Modality: breast US.
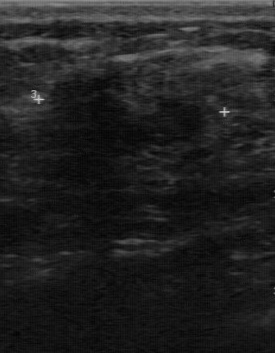
Original-read BI-RADS category: 3. On a second, independent read, a lesion with a regular margin and a clear boundary is seen; it is hypoechoic. There are no calcifications. Histopathology: fibrocystic changes (benign).